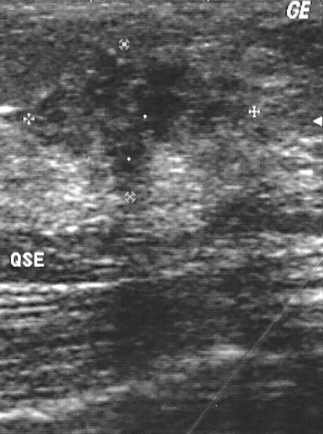
Modality: B-mode breast ultrasound.
The mass is malignant on biopsy or follow-up. BI-RADS 4.